Imaging: breast ultrasound.
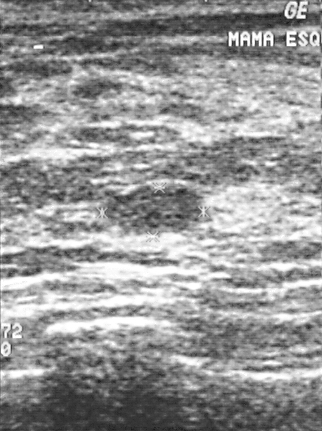
Lesion characteristics:
- confirmed outcome (biopsy or follow-up): benign
- BI-RADS assessment: 2